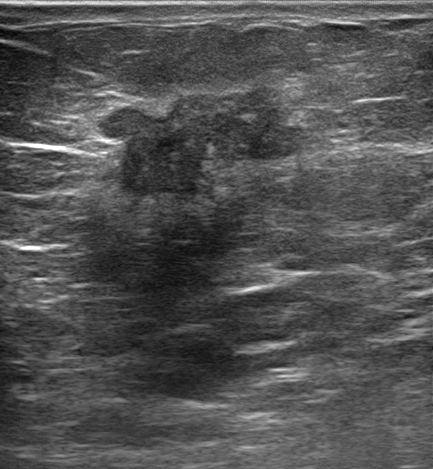
Imaging: breast ultrasound image.
(coordinates in a 433x469 pixel frame) Segment the finding: bounding box [105, 83, 308, 199]. The finding is malignant on biopsy or follow-up.